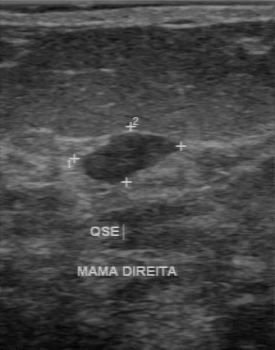
Imaging: breast ultrasound scan. Acquired on GE Logiq 7 @10-14MHz.
The breast lesion was assessed as BI-RADS 3 by the original reader. Descriptors from an independent second read (not the reader who assigned the category): Margin: regular. Boundary: clear. Internally the breast lesion is hypoechoic. There are multiple calcifications. Histopathology: fibroadenoma (benign).